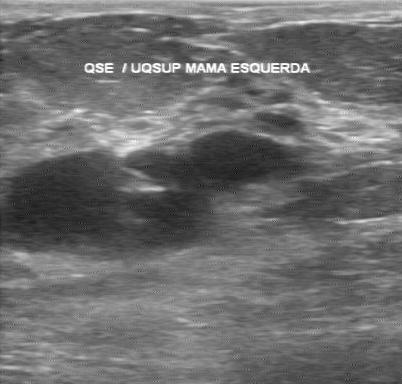
Imaging: breast ultrasound. Acquired on GE Logiq 7 @10-14MHz.
The finding was categorized BI-RADS 2 in the original read. A second, independent read describes the finding as follows. Internally the finding is hypoechoic. The margin is regular. Calcifications: none. Boundary: clear. The biopsy result was cyst; the finding is benign.